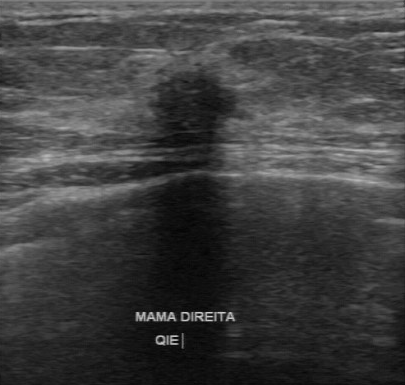
Modality: breast ultrasound.
Margin: irregular. Echo pattern: hypoechoic. Lesion boundary: unclear. Calcifications: absent.